Imaging: breast US.
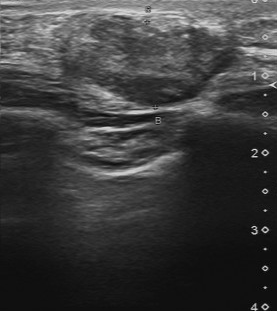
Original-read BI-RADS category: 4. The following findings are from a second reader, independent of the original assessment. Its boundary is somewhat unclear. The lesion is heterogeneous. Margin: partially regular. Calcification is suspected. The biopsy result was invasive ductal carcinoma; the lesion is malignant.